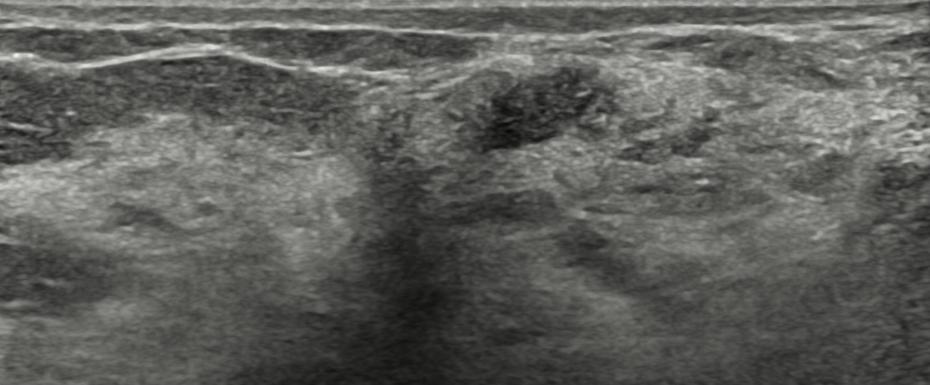
Imaging: B-mode breast ultrasound.
Outcome on biopsy or follow-up: benign.